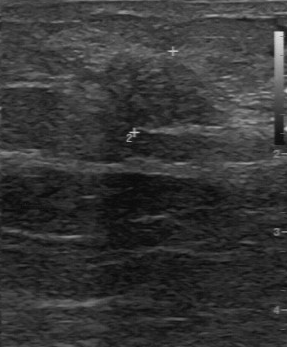
Modality: breast US.
FINDINGS: BI-RADS assessment: 4. Pathology: invasive lobular carcinoma. Outcome on biopsy or follow-up: malignant.
OUTCOME ON BIOPSY OR FOLLOW-UP: malignant.